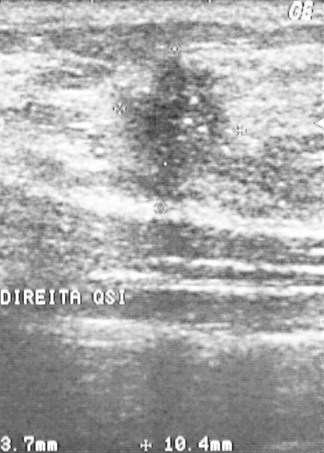
Imaging: B-mode breast ultrasound.
A mass is seen with histopathology: invasive ductal carcinoma, BI-RADS assessment: 5.